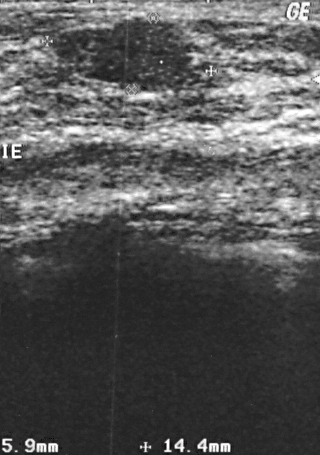
Imaging: breast sonogram.
FINDINGS: Breast sonogram. BI-RADS: 2. Confirmed outcome (biopsy or follow-up): benign.
OUTCOME ON BIOPSY OR FOLLOW-UP: benign.